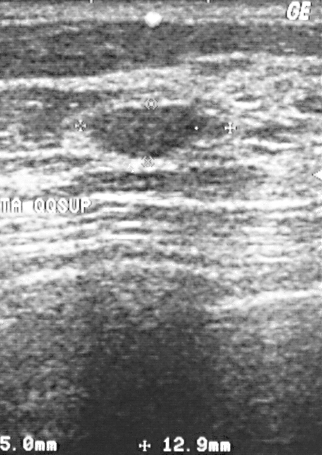
Modality: breast sonogram.
The mass is assessed as BI-RADS 2. The mass is benign on biopsy or follow-up. The biopsy result was fibroadenoma; the mass is benign.